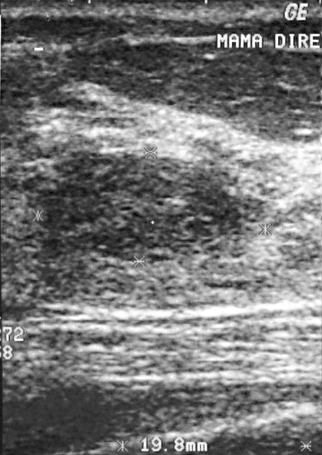
Scanner: GE Logiq 5 @10-12MHz. Breast sonogram.
Coordinates are pixels in the 322x455 image. Lesion region of interest: (40, 152) to (243, 263). The mass is benign on biopsy or follow-up. BI-RADS 2.